Imaging: breast ultrasound scan. Patient age: 66.
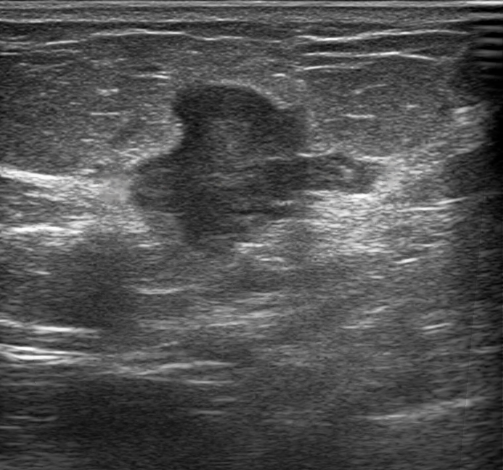
Lesion characteristics:
- shape: irregular
- echogenic halo: present
- pathology: Invasive carcinoma of no special type (NST)
- echotexture: heterogeneous
- posterior features: shadowing
- borders: not circumscribed - angular and indistinct
- BI-RADS assessment: 4C
- skin thickening: none